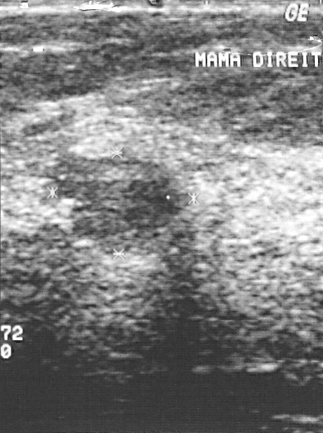
Imaging: breast sonogram.
This breast sonogram shows a breast lesion. BI-RADS category 3. The biopsy result was fibroadenoma; the breast lesion is benign.